Modality: breast US. Acquired on GE Logiq 5 @10-12MHz.
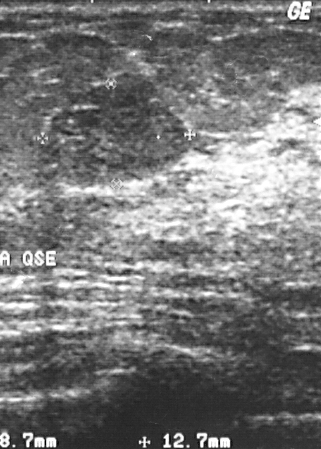
Biopsy or follow-up result: benign.
The biopsy result was fibroadenoma.
Assigned BI-RADS 2.